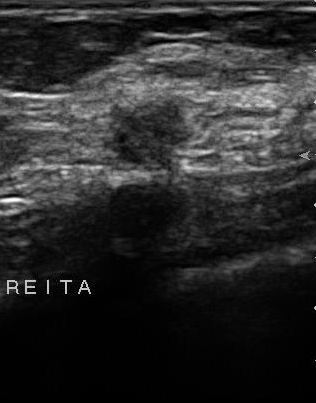
Breast ultrasound scan.
FINDINGS: BI-RADS category: 4. Histopathology: invasive ductal carcinoma. Outcome on biopsy or follow-up: malignant.
OUTCOME ON BIOPSY OR FOLLOW-UP: malignant.